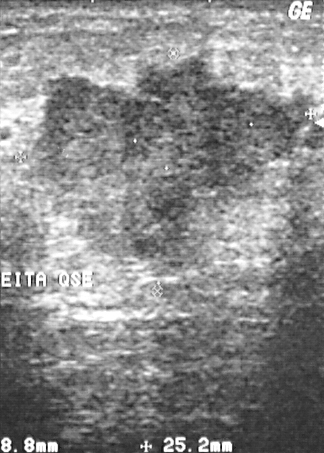
Breast ultrasound image.
Outcome on biopsy or follow-up: malignant. (BI-RADS category 5.)